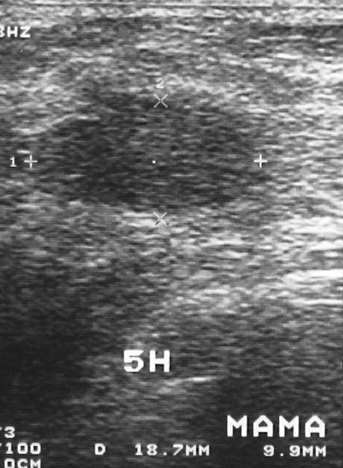
Modality: B-mode breast ultrasound.
Biopsy or follow-up result: benign.